Modality: breast ultrasound image.
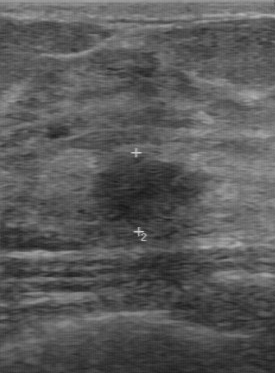
Biopsy or follow-up result: benign.